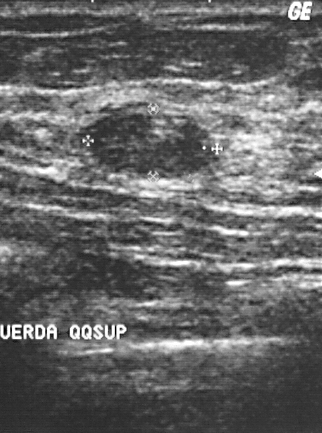
Breast ultrasound scan.
This breast ultrasound scan shows a lesion with BI-RADS: 2, biopsy or follow-up result: benign, pathology: fibroadenoma.